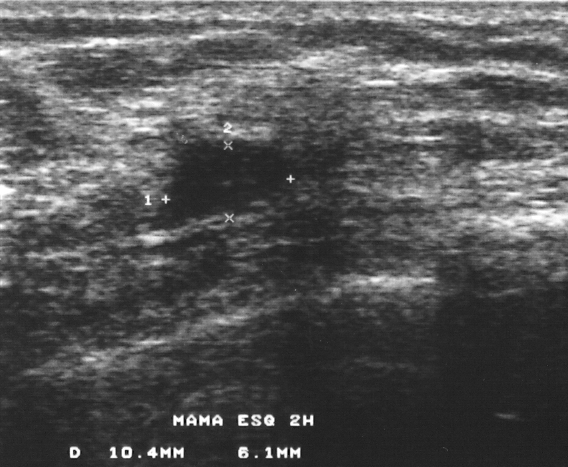
Breast ultrasound scan. Acquired on GE Logiq 5 @10-12MHz.
Coordinates are pixels in the 568x467 image. The finding is located within the bounding box (165,140)-(284,217). The finding is benign on biopsy or follow-up.